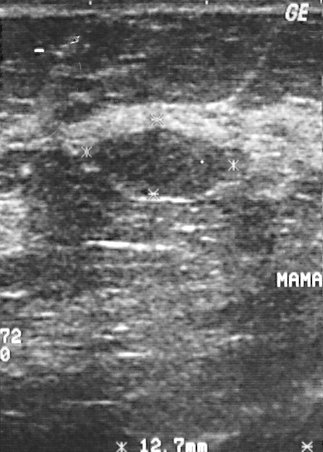
Imaging: B-mode breast ultrasound.
Mass bounding box: 92 129 227 199. The mass is benign on biopsy or follow-up.